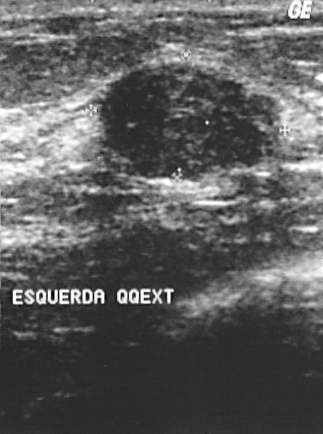
Breast US. Acquired on GE Logiq 5 @10-12MHz.
(coordinates in a 323x434 pixel frame) The lesion is located within the bounding box (100, 62) to (278, 179). The lesion is benign on biopsy or follow-up.